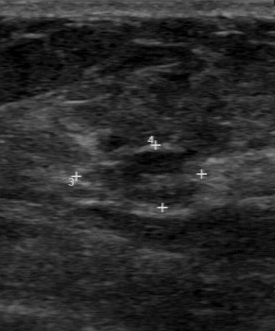
Acquired on GE Logiq 7 @10-14MHz. Imaging: B-mode breast ultrasound.
The breast lesion was categorized BI-RADS 4 in the original read. A second, independent read describes the breast lesion as follows. The breast lesion has a partially regular margin. No calcifications are seen. Echo pattern: slightly hypoechoic. Its boundary is fairly clear. Biopsy showed invasive ductal carcinoma, a malignant finding.